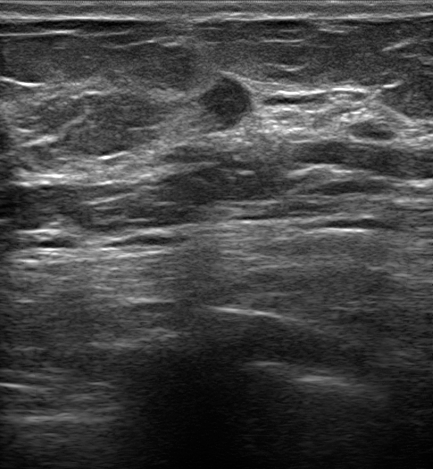
Patient age: 64. Imaging: breast sonogram.
Findings: an irregular mass of hypoechoic echotexture with non-circumscribed (indistinct) margins. No posterior acoustic features are seen. There is no skin thickening. An echogenic halo is present. BI-RADS 5; malignant on biopsy or follow-up. Histopathology: Invasive lobular carcinoma.